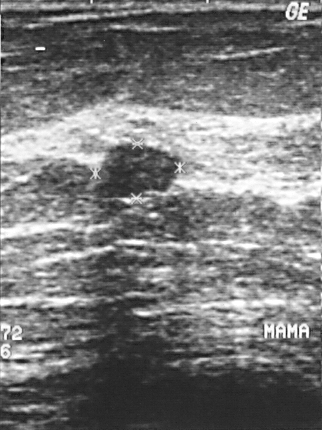
Imaging: breast ultrasound scan.
(coordinates in a 322x430 pixel frame) Segment the breast lesion: bounding box x1=106, y1=143, x2=177, y2=191. The breast lesion is benign on biopsy or follow-up. BI-RADS 2.